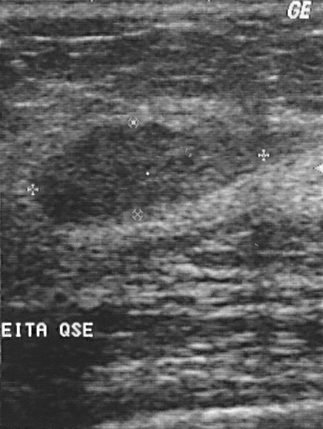
Modality: B-mode breast ultrasound.
Coordinates are pixels in the 323x429 image. Breast lesion bounding box: 31 123 260 228. The breast lesion is benign on biopsy or follow-up.